Breast ultrasound scan.
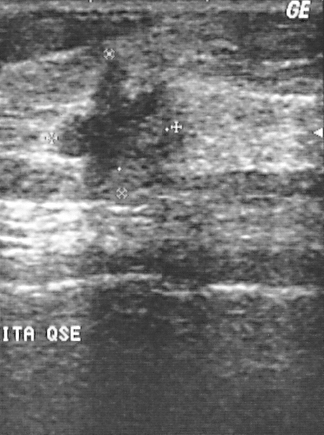
This breast ultrasound scan shows a mass. BI-RADS category 4. Biopsy showed invasive ductal carcinoma, a malignant finding.